Breast US. Scanner: GE Logiq 7 @10-14MHz.
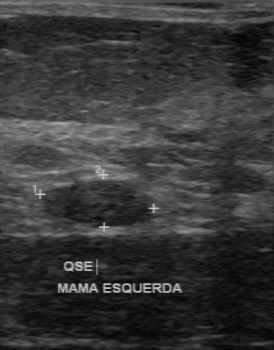
Biopsy or follow-up result: benign.